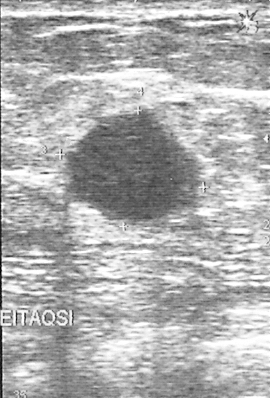
Imaging: breast ultrasound image.
Histopathology: invasive ductal carcinoma (malignant). BI-RADS category 4. Outcome on biopsy or follow-up: malignant.